Modality: breast sonogram.
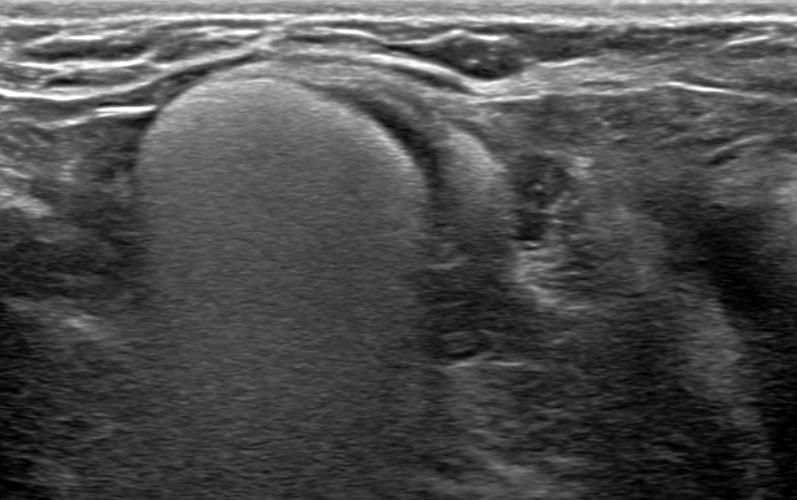
A mass is seen with round shape, echogenic halo: none, BI-RADS category: 2, verification: confirmed by follow-up care, calcifications: absent, circumscribed margin, skin thickening: none.